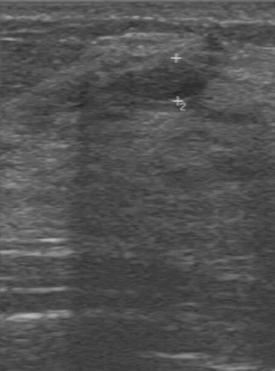
Imaging: breast sonogram.
A finding is seen with regular margin, hypoechoic echo pattern, second-reader BI-RADS: 3, clear lesion boundary, original BI-RADS: 2, histopathology: fibroadenoma.